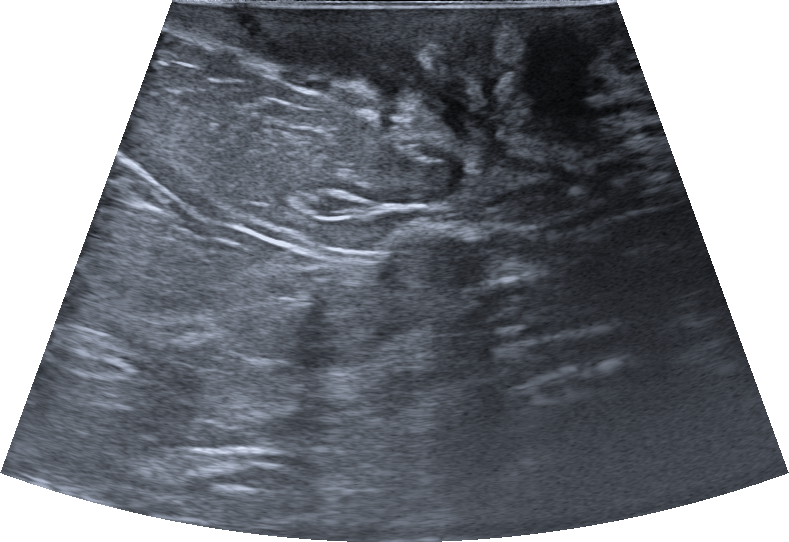
Modality: breast ultrasound scan.
(coordinates in a 789x542 pixel frame) The lesion occupies approximately [227, 4, 608, 144].